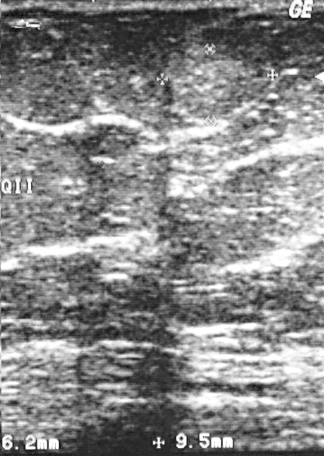
Breast US.
Lesion characteristics:
- outcome on biopsy or follow-up: benign
- BI-RADS category: 2